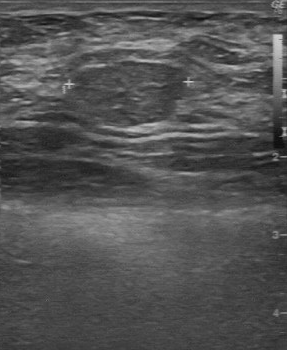
Imaging: breast ultrasound scan.
Biopsy or follow-up result: benign. (BI-RADS category 2.)